Breast ultrasound image.
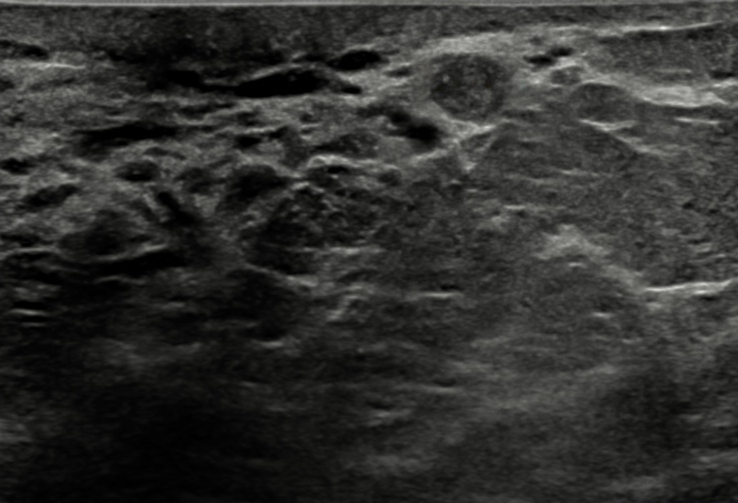
Outcome on biopsy or follow-up: benign.